Imaging: breast ultrasound image.
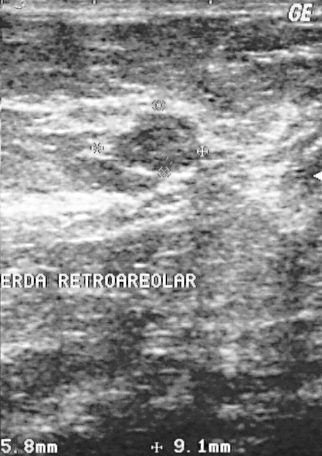
Finding: breast lesion, benign on biopsy or follow-up. (BI-RADS category 3.)